Breast ultrasound image.
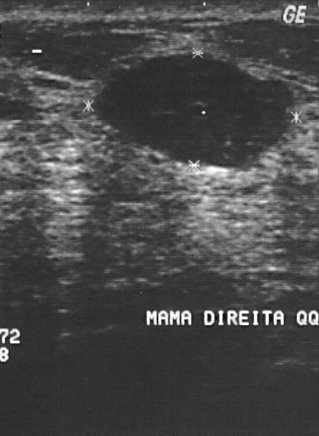
Biopsy or follow-up result: benign.